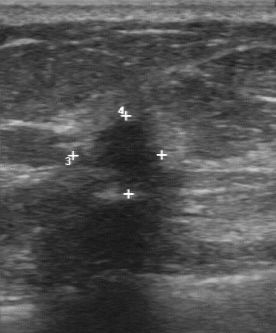
Scanner: GE Logiq 7 @10-14MHz. Breast sonogram.
Breast sonogram findings:
- echo pattern: hypoechoic
- contour: partially regular
- calcifications: absent
- lesion boundary: unclear